Modality: breast US. Acquired on GE Logiq 5 @10-12MHz.
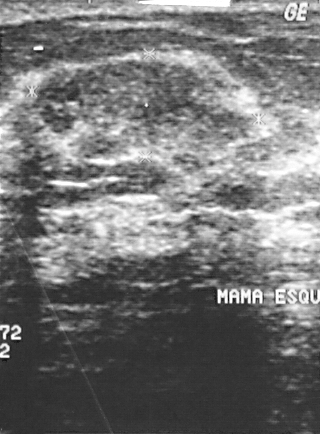
The finding demonstrates BI-RADS: 2, confirmed outcome (biopsy or follow-up): benign.